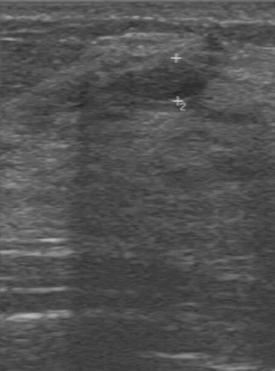
Scanner: GE Logiq 7 @10-14MHz. Imaging: breast sonogram.
BI-RADS 2 in the original read; on a second read the margin is regular, the boundary clear and the finding hypoechoic. Biopsy showed fibroadenoma, a benign finding.